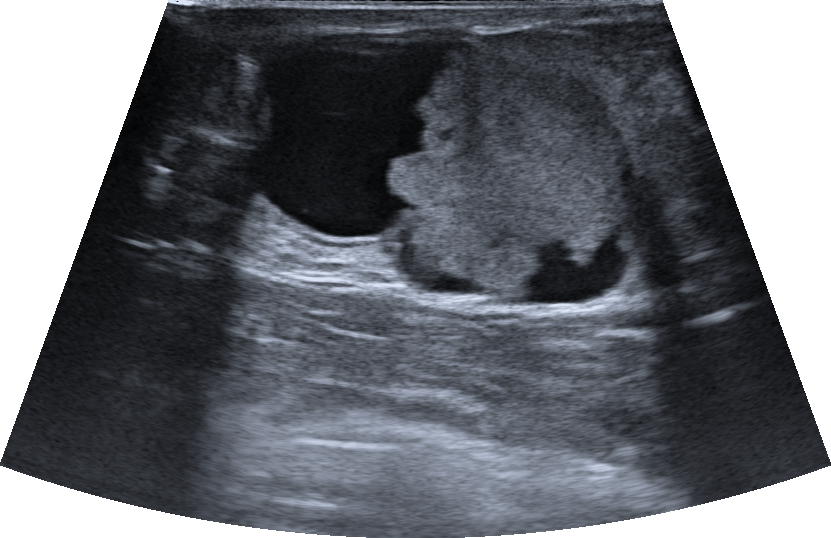
B-mode breast ultrasound. Background tissue composition: homogeneous: fat.
Lesion characteristics:
- BI-RADS category: 4B
- echogenic halo: none
- skin thickening: none
- confirmed outcome (biopsy or follow-up): malignant
- shape: oval
- posterior acoustic features: enhancement
- radiologist impression: Suspicion of malignancy; Intraductal papilloma
- calcifications: absent
- margin: circumscribed
- echo pattern: complex cystic/solid